Imaging: B-mode breast ultrasound.
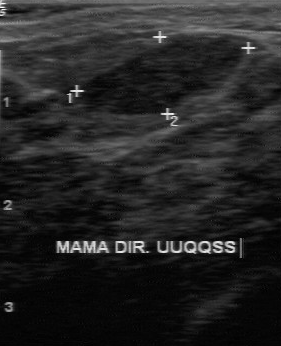
Lesion characteristics:
- contour: regular
- lesion boundary: clear
- calcifications: none
- confirmed outcome (biopsy or follow-up): benign
- echogenicity: hypoechoic